Modality: breast ultrasound scan.
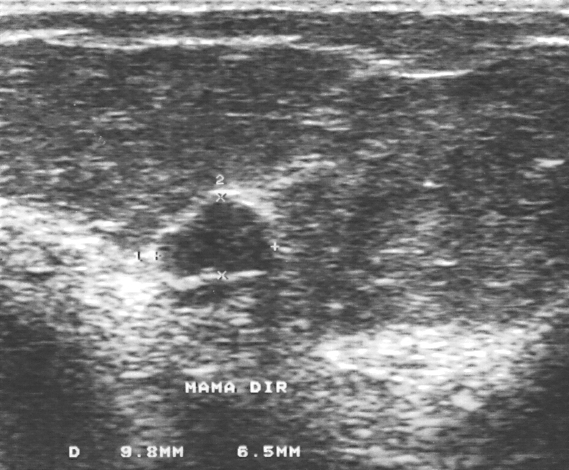
A mass is present on this breast ultrasound scan. Assessment: BI-RADS 3. Histopathology: fibroadenoma (benign).